Imaging: breast US.
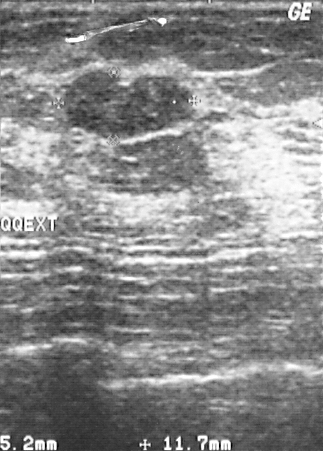
- confirmed outcome (biopsy or follow-up): benign
- BI-RADS: 2